Modality: breast ultrasound.
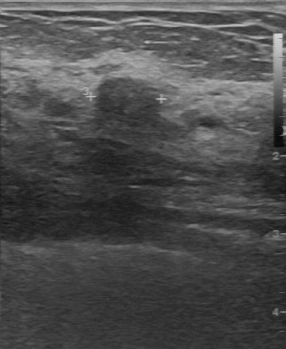
Biopsy or follow-up result: benign.